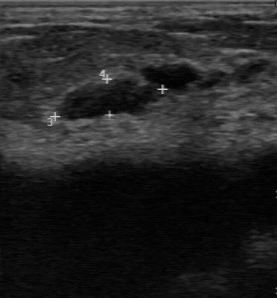
Breast ultrasound image.
- BI-RADS: 2
- biopsy or follow-up result: benign